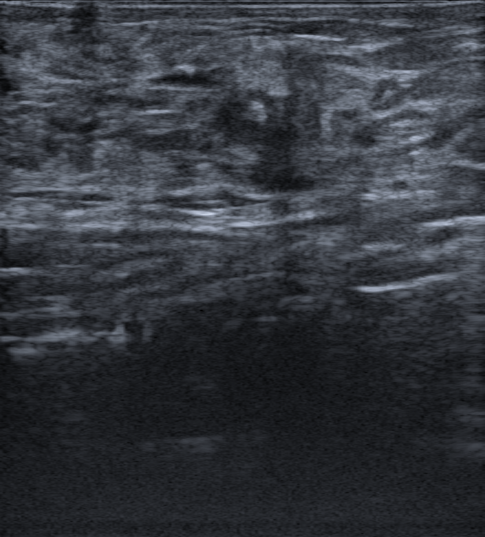
Imaging: breast US.
Shape: irregular. Margin: not circumscribed, spiculated and indistinct. Echogenicity: hypoechoic. Posterior features: none. Echogenic halo: absent. Calcifications: none. Skin thickening: none. BI-RADS category 4C. Radiologist's impression: Suspicion of malignancy. The mass is malignant on biopsy or follow-up. Biopsy confirmed invasive lobular carcinoma.